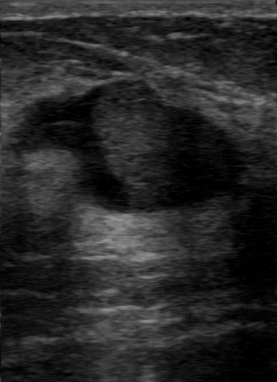
Modality: B-mode breast ultrasound.
BI-RADS 4 in the original read. The following findings are from a second reader, independent of the original assessment. Calcifications: none. Echo pattern: mixed cystic and solid. The lesion boundary is somewhat unclear. Margin: regular. Biopsy showed intraductal papilloma, a benign finding.